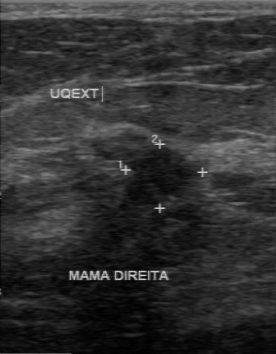
Imaging: breast US.
Calcifications are absent. Boundary is somewhat unclear. Contour is partially regular. Histopathology is invasive ductal carcinoma. Biopsy or follow-up result: malignant. Internal echoes: hypoechoic.